B-mode breast ultrasound.
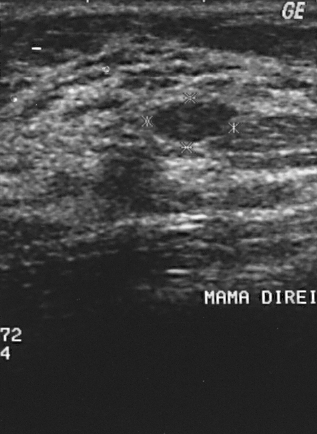
The finding is benign on biopsy or follow-up. BI-RADS 2.